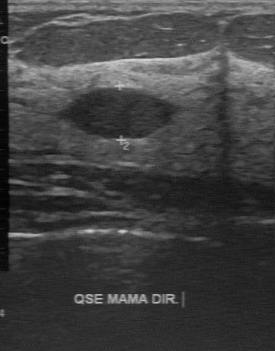
Modality: breast ultrasound image.
- contour: regular
- echo pattern: hypoechoic
- boundary: clear
- histopathology: fibroadenoma
- calcifications: absent